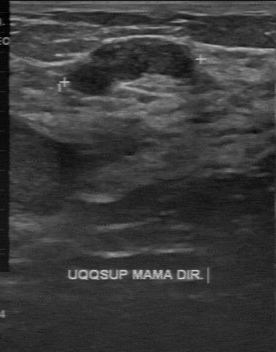
Modality: breast ultrasound image.
Lesion: benign on biopsy or follow-up. BI-RADS 3.